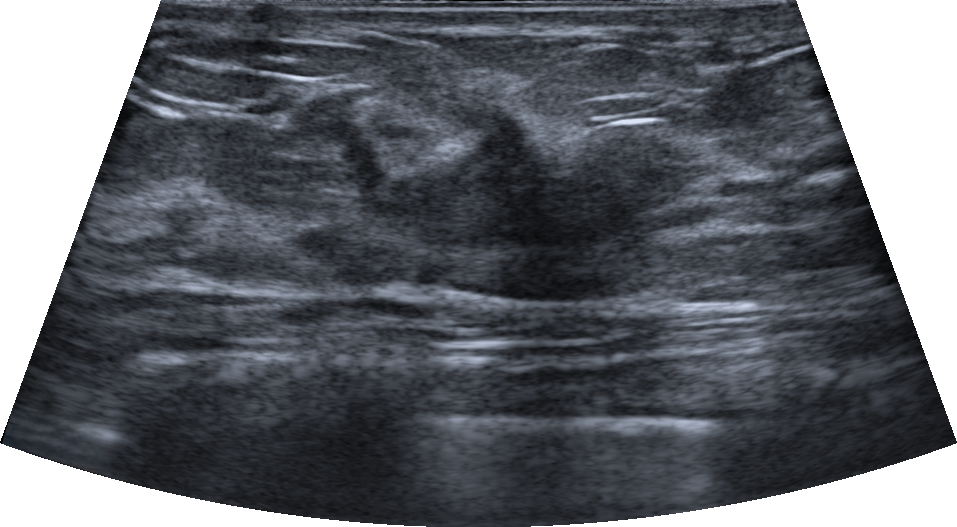
Imaging: breast US. Age 33.
There is an irregular finding that is hypoechoic, with spiculated, microlobulated and indistinct margins. No posterior acoustic features are seen. Echogenic halo: absent. BI-RADS assessment: 4C; biopsy or follow-up result: benign. Biopsy result: Usual ductal hyperplasia (UDH).